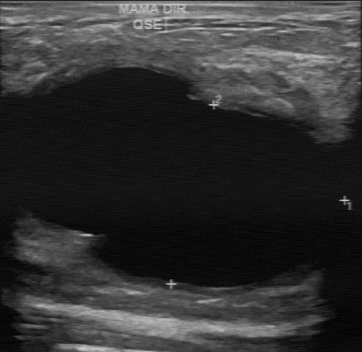
Imaging: breast US. Scanner: GE Logiq 7 @10-14MHz.
Coordinates are pixels in the 362x352 image. Mass bounding box: top-left (0, 67), bottom-right (348, 288).